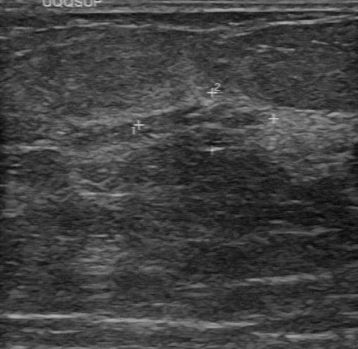
Modality: B-mode breast ultrasound.
- BI-RADS assessment: 4